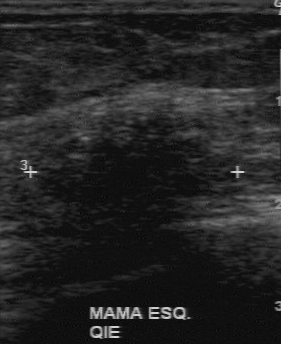
Imaging: breast ultrasound image.
This breast ultrasound image shows a mass, malignant on biopsy or follow-up. BI-RADS 4.